Modality: breast ultrasound.
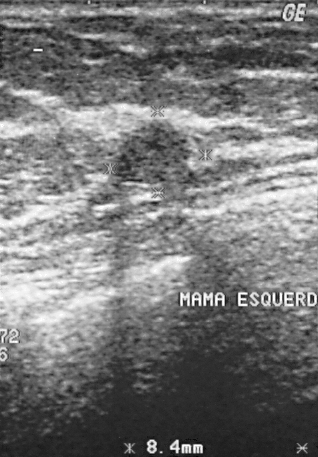
This breast ultrasound shows a finding, benign on biopsy or follow-up.